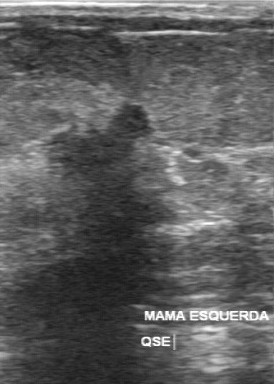
Modality: breast ultrasound scan.
Biopsy or follow-up result: malignant. BI-RADS assessment: 5.
OUTCOME ON BIOPSY OR FOLLOW-UP: malignant.